Modality: breast ultrasound scan.
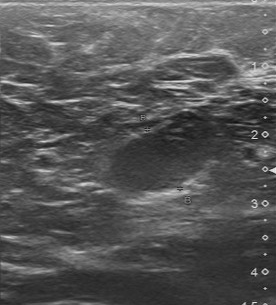
Histopathology is hyperplasia. BI-RADS category is 4.